43-year-old patient. Imaging: breast ultrasound. Background tissue composition: homogeneous: fibroglandular.
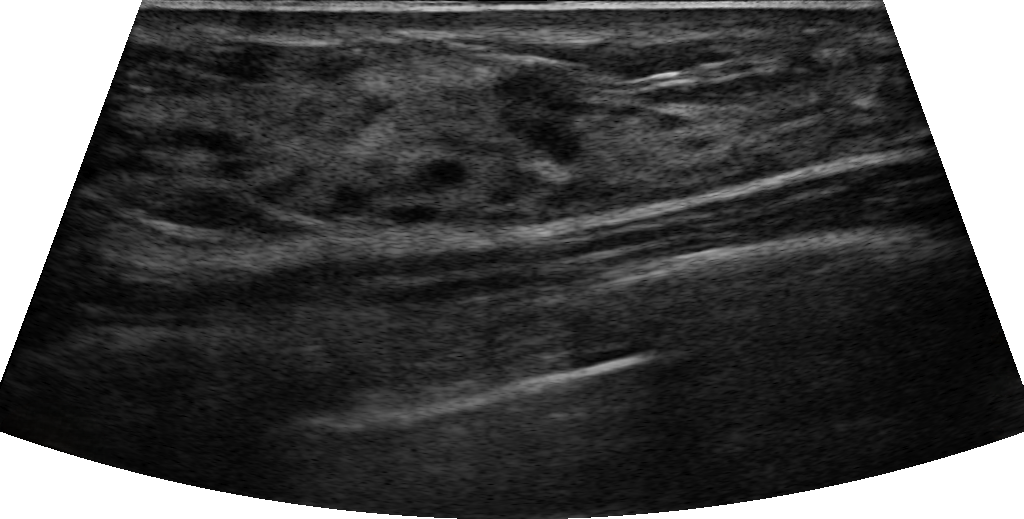
The mass is assessed as BI-RADS 3.
Differential on reading: Complex cyst / Non-simple cyst; Cyst filled with thick fluid; Dysplasia; Duct filled with thick fluid.
The finding was confirmed by follow-up care.
The mass is benign on biopsy or follow-up.
There are no posterior acoustic features.
The mass appears round.
There is no skin thickening.
There are no calcifications.
Internally the mass is heterogeneous.
The margin is circumscribed.
Echogenic halo: absent.